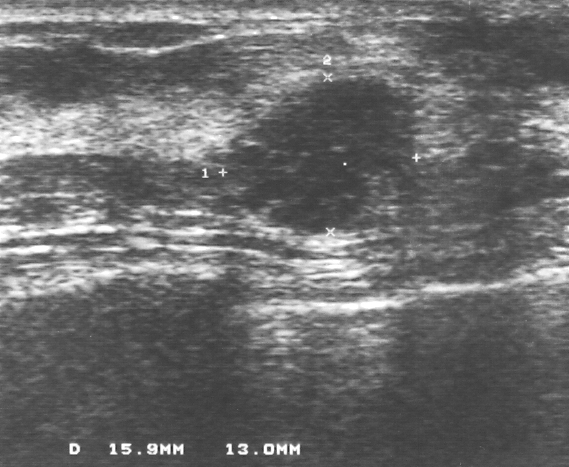
Breast ultrasound.
Biopsy or follow-up result: malignant.